Modality: breast ultrasound scan.
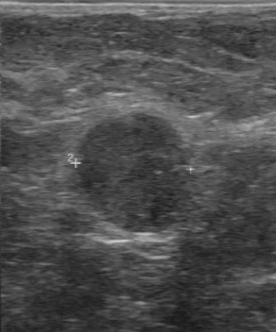
The finding was categorized BI-RADS 4 in the original read. Findings on the second read (an independent reader): a slightly hypoechoic finding, margin regular, boundary fairly clear. No calcifications are seen. Biopsy showed invasive ductal carcinoma, a malignant finding.